Modality: breast ultrasound. Scanner: GE Logiq 7 @10-14MHz.
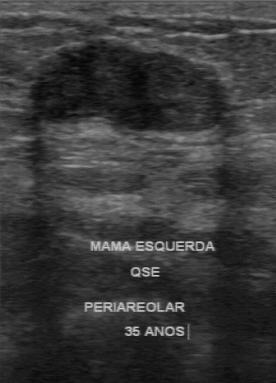
Lesion characteristics:
- biopsy or follow-up result: benign
- BI-RADS: 2
- histopathology: fibroadenoma